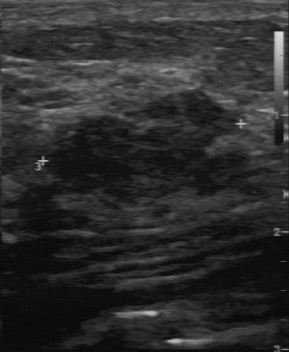
Breast ultrasound scan. Acquired on GE Logiq 7 @10-14MHz.
Echogenicity: slightly hypoechoic. Pathology: fibroadenoma. BI-RADS (second read): 3.